Modality: breast sonogram. Background tissue composition: heterogeneous: predominantly fat.
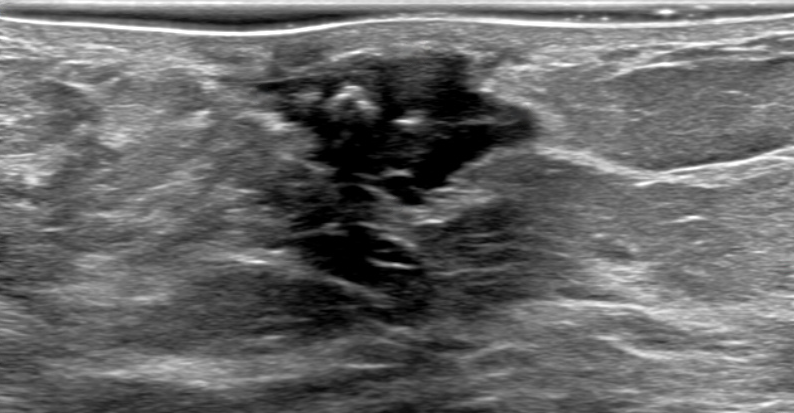
Lesion characteristics:
- lesion shape: irregular
- BI-RADS: 4A
- calcifications: in a mass
- radiologist impression: Fibroadenoma; Isolated calcifications
- echo pattern: hypoechoic
- borders: circumscribed
- pathology: Fibroadenoma
- skin thickening: none